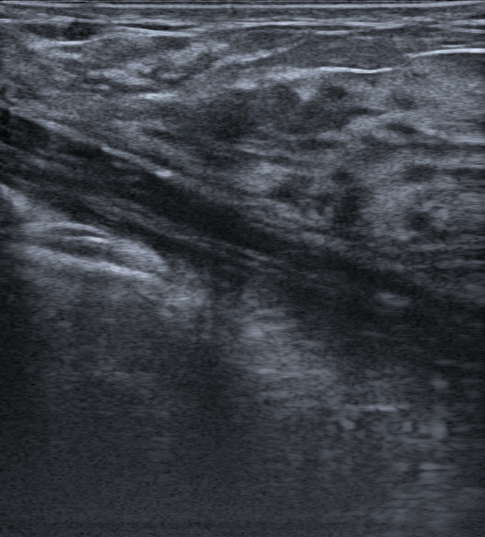
Imaging: breast ultrasound scan. Background tissue composition: homogeneous: fibroglandular.
Finding: lesion, benign on biopsy or follow-up.